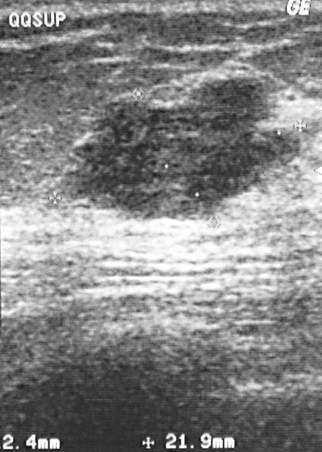
Imaging: breast ultrasound image.
The lesion demonstrates BI-RADS assessment: 4, histopathology: invasive ductal carcinoma, biopsy or follow-up result: malignant.